Breast sonogram.
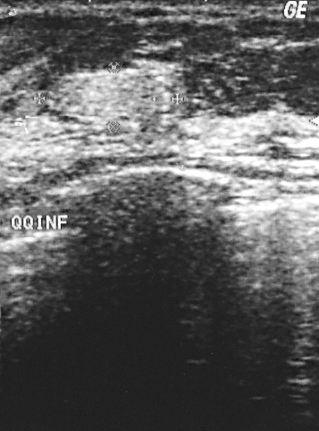
- BI-RADS assessment: 2